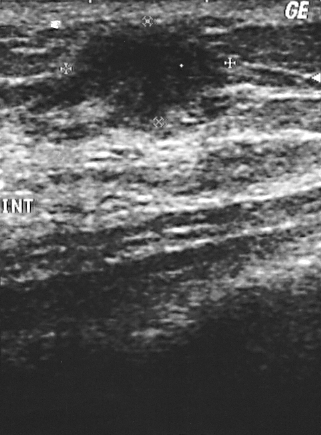
Imaging: breast ultrasound. Scanner: GE Logiq 5 @10-12MHz.
Assigned BI-RADS 3. The biopsy result was invasive ductal carcinoma; the mass is malignant. The mass is malignant on biopsy or follow-up.